Modality: breast ultrasound scan. Acquired on GE Logiq 7 @10-14MHz.
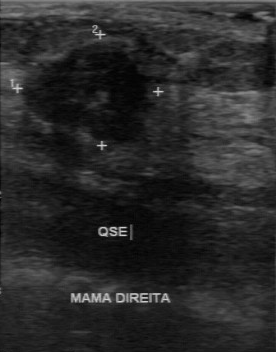
Calcifications are absent. The BI-RADS on independent re-read is 4B. Boundary is unclear.